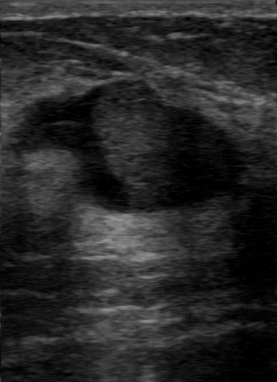
Breast ultrasound image.
Boundary: somewhat unclear. Histopathology: intraductal papilloma. Second-reader BI-RADS: 4A.